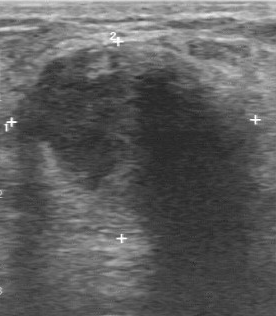
Breast ultrasound.
This breast ultrasound shows a finding with calcifications: none, somewhat unclear boundary, biopsy result: galactocele, outcome on biopsy or follow-up: benign, regular margin, hypoechoic internal echoes.